Scanner: GE Logiq 5 @10-12MHz. Modality: breast ultrasound scan.
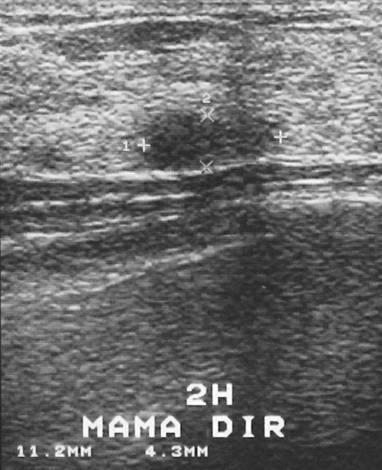
A breast lesion is present on this breast ultrasound scan. It was assessed as BI-RADS 3. The biopsy result was fibrocystic changes; the breast lesion is benign.